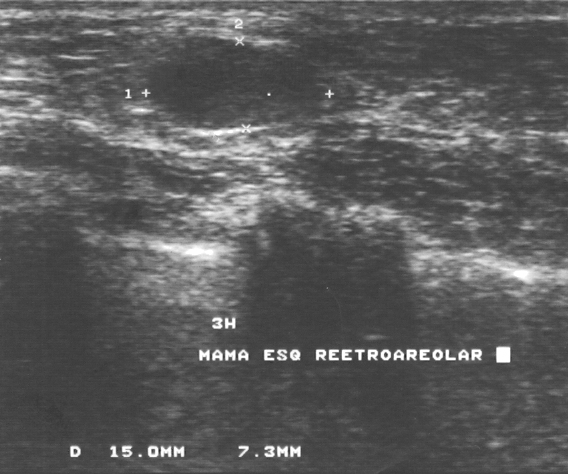
Breast ultrasound image.
This breast ultrasound image shows a breast lesion, benign on biopsy or follow-up.